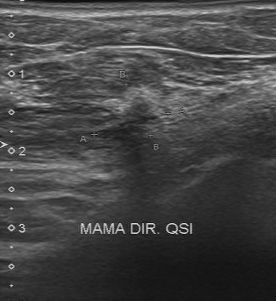
Breast sonogram.
A lesion is seen with irregular margin, slightly hypoechoic internal echoes, calcifications: absent, unclear lesion boundary.